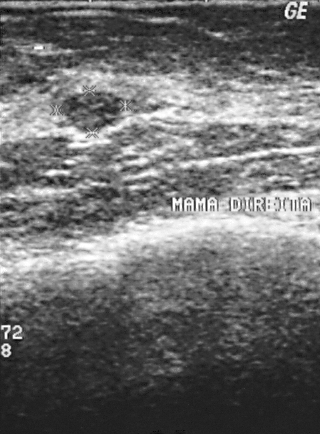
Scanner: GE Logiq 5 @10-12MHz. Breast US.
BI-RADS assessment: 2.
OUTCOME ON BIOPSY OR FOLLOW-UP: benign.